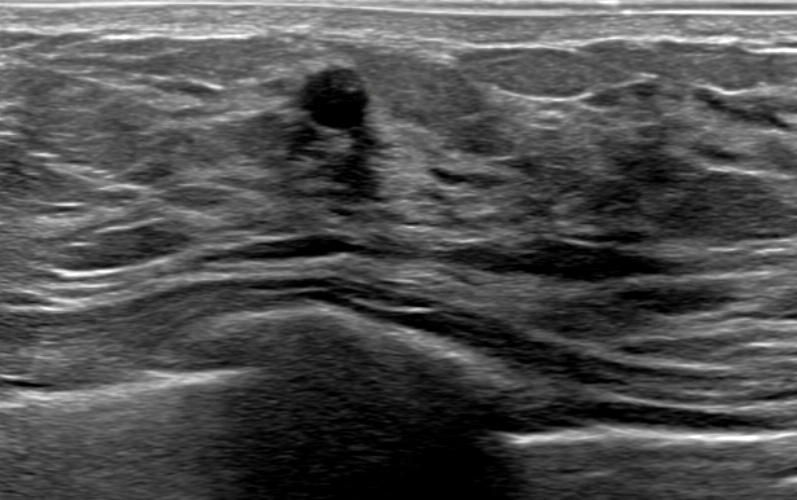
Modality: breast US.
A round, heterogeneous mass with non-circumscribed (angular and indistinct) margins is seen. There are no posterior acoustic features. There is skin thickening. BI-RADS assessment: 4C; biopsy or follow-up result: benign. Differential on reading: Suspicion of malignancy; Complex cyst / Non-simple cyst; Dysplasia. Biopsy confirmed benign mammary dysplasia.